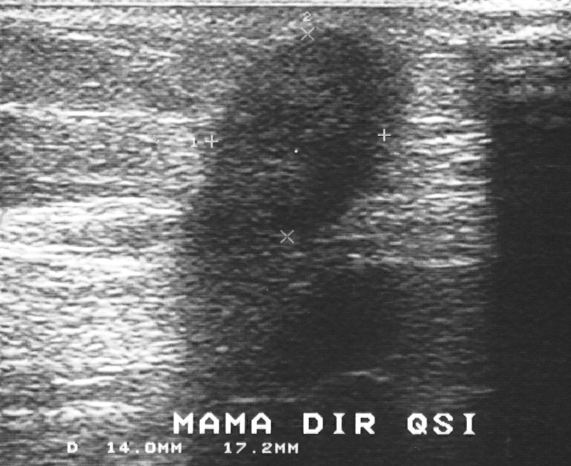
Imaging: breast US.
The finding is malignant on biopsy or follow-up.